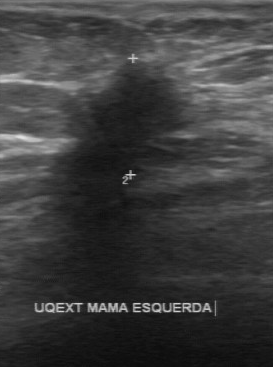
Modality: breast ultrasound. Scanner: GE Logiq 7 @10-14MHz.
Original BI-RADS: 4. BI-RADS on independent re-read: 4C. Lesion margin: irregular.